Background echotexture is homogeneous: fat. Breast sonogram.
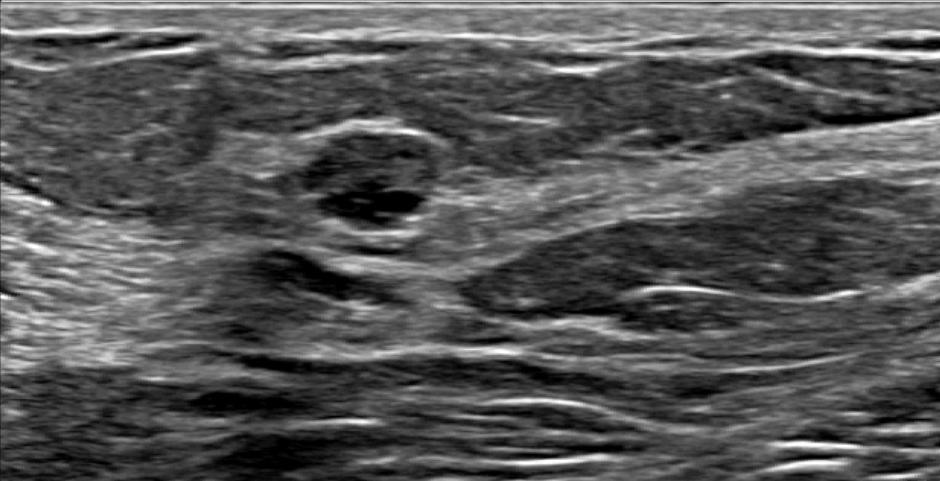
The mass appears oval.
Margin: circumscribed.
Echogenicity: heterogeneous.
There are no posterior acoustic features.
Echogenic halo: absent.
Calcifications: none.
There is no skin thickening.
Biopsy confirmed benign mammary dysplasia.
Radiologist's impression: Suspicion of malignancy; Complex cyst / Non-simple cyst; Dysplasia; Fibroadenoma; Mammary duct ectasia; Intraductal papilloma.
BI-RADS assessment: 4B.